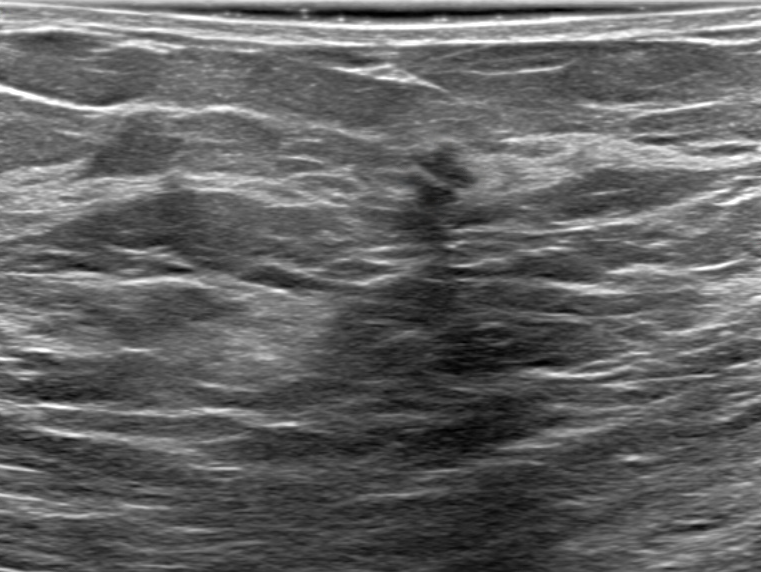
Background tissue composition: heterogeneous: predominantly fat. Imaging: breast ultrasound image.
- BI-RADS: 5
- echotexture: hypoechoic
- confirmed outcome (biopsy or follow-up): benign
- lesion shape: irregular
- borders: not circumscribed - angular and indistinct
- posterior features: shadowing
- echogenic halo: none
- skin thickening: none